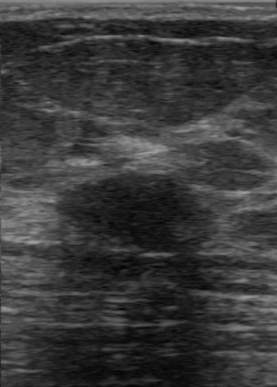
B-mode breast ultrasound.
The original reader assigned BI-RADS 3. The following findings are from a second reader, independent of the original assessment. The lesion has a regular margin. Its boundary is clear. The lesion is hypoechoic. Calcifications: none. Biopsy showed fibroadenoma, a benign finding.